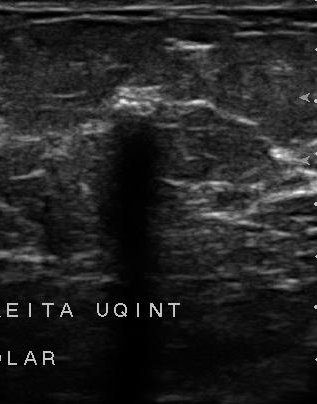
Scanner: U-Systems @10-14MHz. Breast ultrasound scan.
The breast lesion was categorized BI-RADS 4 in the original read. On a second read by an independent reader: Internally the breast lesion is hypoechoic. There are no calcifications. The margin is irregular. Its boundary is unclear. Histopathology: invasive ductal carcinoma (malignant).